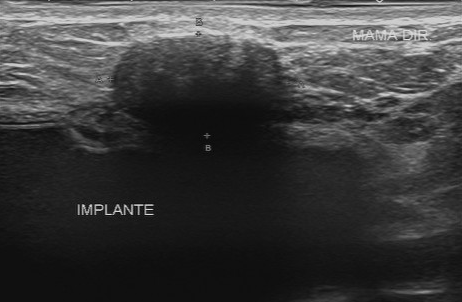
Imaging: B-mode breast ultrasound.
BI-RADS 4 in the original read; on a second read the margin is regular, the boundary fairly clear and the mass hypoechoic. Calcifications: none. The biopsy result was fibrosis; the mass is benign.